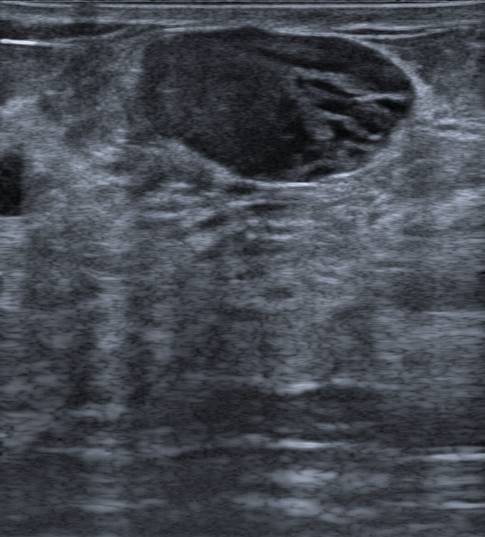
38-year-old patient. Breast sonogram.
Findings: an oval breast lesion of heterogeneous echotexture with circumscribed margins. There are no posterior acoustic features. There is no echogenic halo. No calcifications are seen. BI-RADS 4A; outcome on biopsy or follow-up: benign. Radiologist's impression: Fibroadenoma. Histopathology: Fibroadenoma.